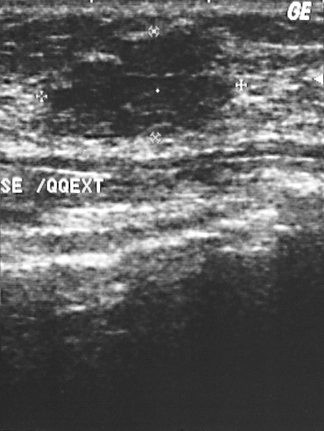
Acquired on GE Logiq 5 @10-12MHz. Breast ultrasound scan.
Biopsy or follow-up result: benign. (BI-RADS category 3.)